Breast ultrasound.
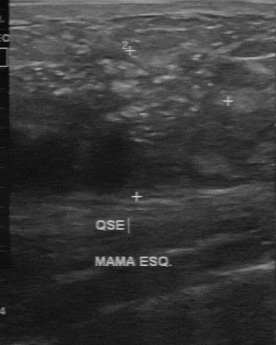
Biopsy or follow-up result: malignant.